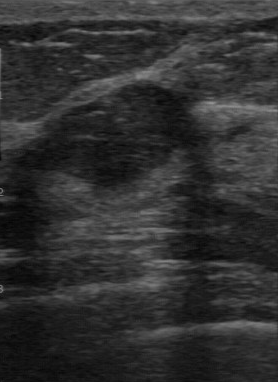
Modality: breast ultrasound scan.
Original-read BI-RADS category: 3. Descriptors from an independent second read (not the reader who assigned the category): Internally the finding is hypoechoic. The finding has a regular margin. Boundary: clear. There are no calcifications. Histopathology: fibroadenoma (benign).